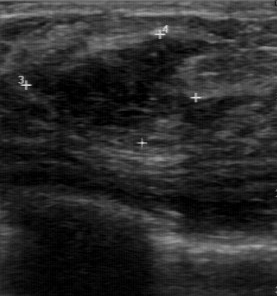
Scanner: GE Logiq 7 @10-14MHz. Imaging: breast ultrasound.
Original-read BI-RADS category: 4. On a second read by an independent reader: Its boundary is somewhat unclear. The finding has a regular margin. Echo pattern: hypoechoic. There are no calcifications. Histopathology: fibroadenoma (benign).